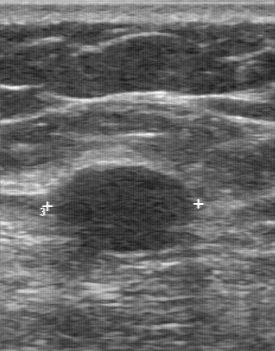
Modality: breast ultrasound image.
BI-RADS 2 in the original read; on a second read the margin is partially regular, the boundary fairly clear and the mass hypoechoic. Biopsy showed cyst, a benign finding.